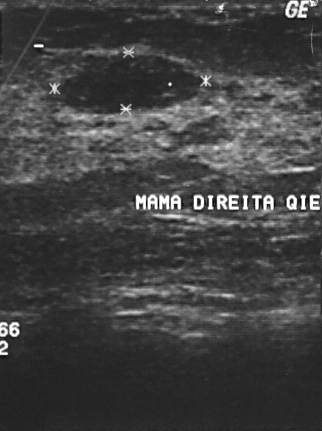
Scanner: GE Logiq 5 @10-12MHz. Breast ultrasound scan.
This breast ultrasound scan shows a mass with BI-RADS assessment: 2, confirmed outcome (biopsy or follow-up): benign.